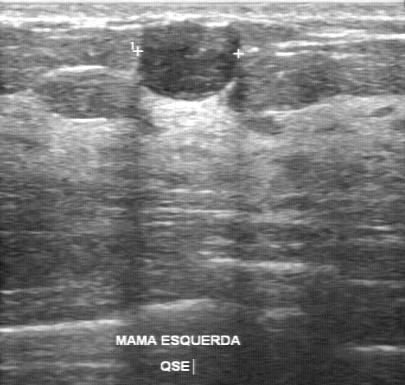
Modality: breast ultrasound image. Scanner: GE Logiq 7 @10-14MHz.
The breast lesion was categorized BI-RADS 4 in the original read. On a second, independent read, a breast lesion with a regular margin and a clear boundary is seen; it is hypoechoic. There are no calcifications. Pathology confirmed benign fibroadenoma.